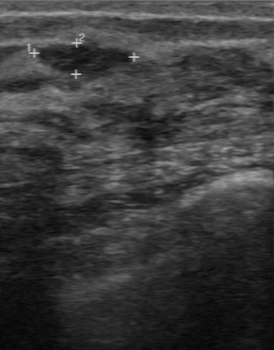
Imaging: breast US.
This breast US shows a finding, benign on biopsy or follow-up.